Imaging: breast ultrasound.
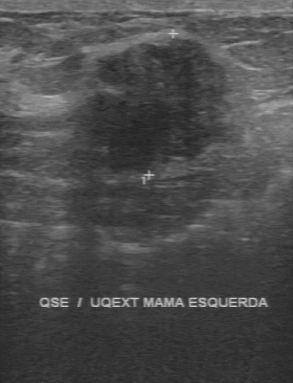
BI-RADS 4 in the original read. A second reader, independent of the original assessment, describes a hypoechoic finding with an irregular margin; the boundary is unclear. There are no calcifications. Histopathology: fibroadenoma (benign).